Imaging: breast sonogram.
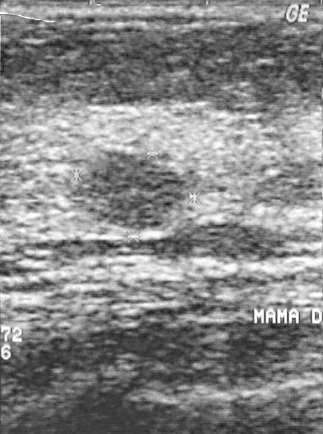
Outcome on biopsy or follow-up: benign.